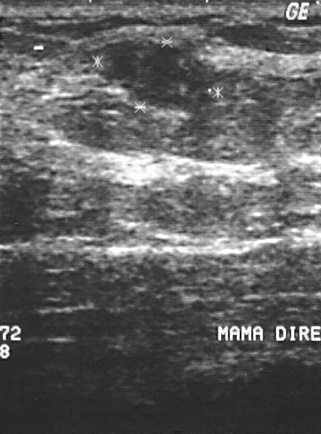
Imaging: breast ultrasound scan. Acquired on GE Logiq 5 @10-12MHz.
FINDINGS: Breast ultrasound scan. Confirmed outcome (biopsy or follow-up): benign. BI-RADS category: 2.
OUTCOME ON BIOPSY OR FOLLOW-UP: benign.